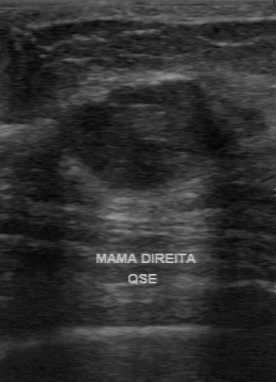
Breast ultrasound image.
The lesion was categorized BI-RADS 3 in the original read.
Descriptors from an independent second read (not the reader who assigned the category):
The margin is regular.
The lesion boundary is clear.
Internally the lesion is hypoechoic.
Calcifications: none.
Histopathology: fibroadenoma (benign).